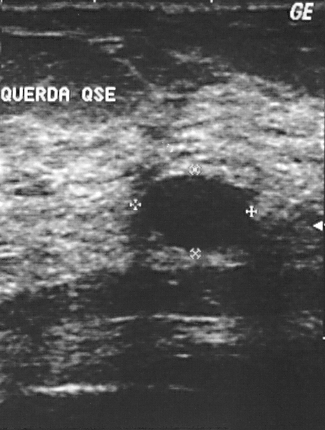
Imaging: breast ultrasound scan. Scanner: GE Logiq 5 @10-12MHz.
Biopsy or follow-up result: benign. (BI-RADS category 2.)